Modality: breast ultrasound image.
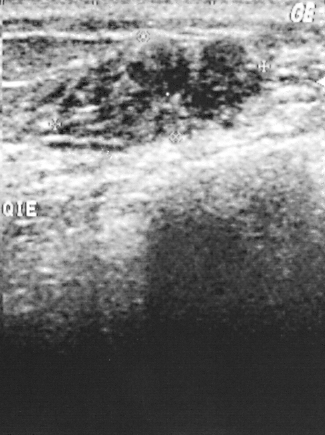
Outcome on biopsy or follow-up: malignant.